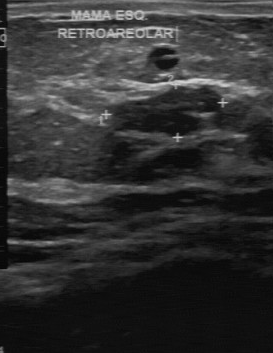
Modality: breast ultrasound scan.
The breast lesion was assessed as BI-RADS 3 by the original reader. A second reader, independent of the original assessment, describes a hypoechoic breast lesion with a partially regular margin; the boundary is fairly clear. Calcifications: none. Histopathology: fibroadenoma (benign).